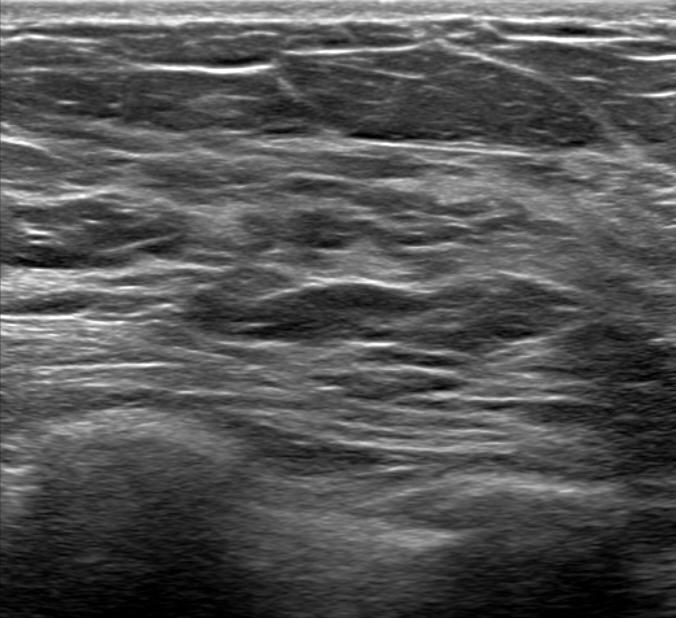
Background tissue composition: heterogeneous: predominantly fat. Breast US. Patient age: 57.
Finding: no focal lesion.